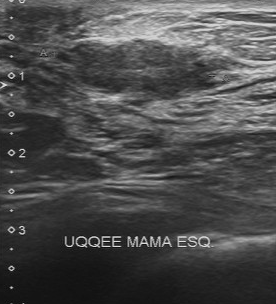
Breast ultrasound.
Finding: lesion, malignant on biopsy or follow-up.